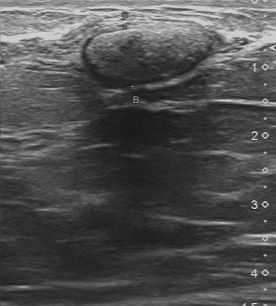
Breast ultrasound scan.
BI-RADS 4 in the original read; on a second read the margin is regular, the boundary clear and the mass isoechoic. Calcifications: suspected. Biopsy showed cyst, a benign finding.